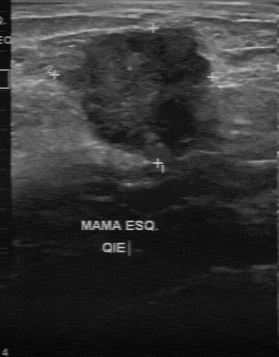
Imaging: breast ultrasound scan.
Pixel coordinates (x1, y1, x2, y2): Segment the finding: bounding box (50,24)-(235,163). BI-RADS 5.